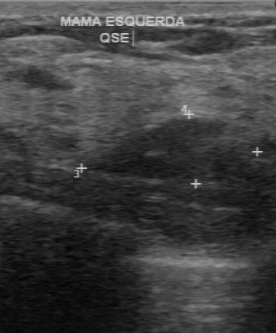
Imaging: breast ultrasound image.
Coordinates are pixels in the 276x333 image. The mass occupies approximately [102, 119, 229, 179]. The mass is benign on biopsy or follow-up.